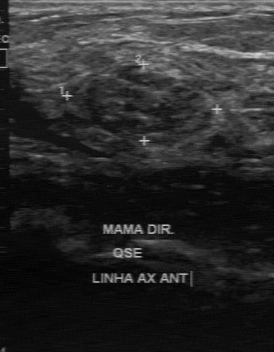
Modality: breast ultrasound scan. Acquired on GE Logiq 7 @10-14MHz.
FINDINGS: Echogenicity: heterogeneous. BI-RADS (first reader): 3. Biopsy result: fibroadenoma. Independent BI-RADS assessment: 3. Biopsy or follow-up result: benign. Lesion boundary: fairly clear. Calcifications: none.
OUTCOME ON BIOPSY OR FOLLOW-UP: benign.